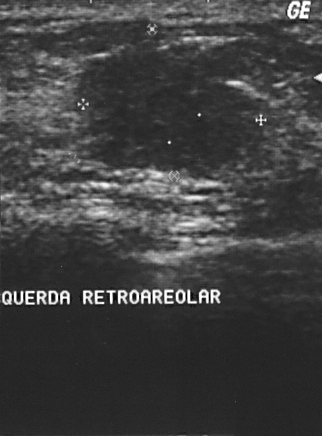
Acquired on GE Logiq 5 @10-12MHz. Modality: breast ultrasound.
Assigned BI-RADS 4.
Histopathology: invasive ductal carcinoma (malignant).